Modality: breast ultrasound image.
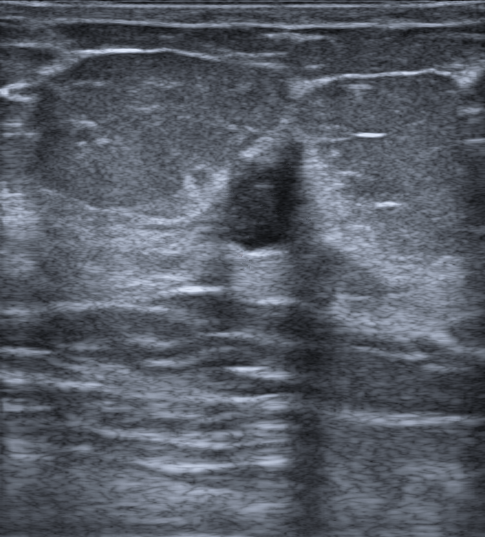
There is no echogenic halo. There are no posterior acoustic features. Its echo pattern is hypoechoic. No calcifications are seen. The margin is not circumscribed (microlobulated and indistinct). Skin thickening: none. The breast lesion appears irregular. Biopsy confirmed fibrosclerosis. Biopsy or follow-up result: benign. BI-RADS category 4B.